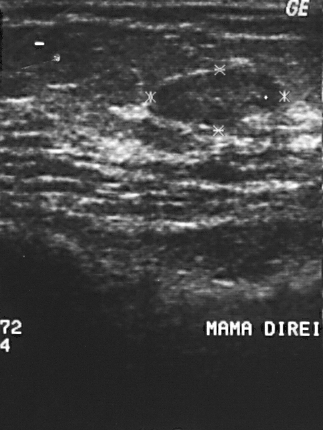
B-mode breast ultrasound.
This B-mode breast ultrasound shows a lesion. Assessment: BI-RADS 2. The biopsy result was fibroadenoma; the lesion is benign.